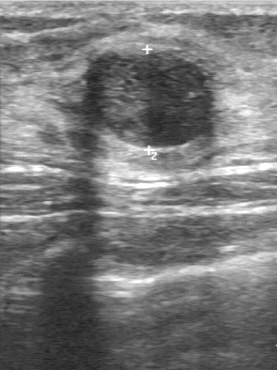
Imaging: breast US.
(coordinates in a 277x370 pixel frame) Mass bounding box: (66,51)-(217,149). BI-RADS 3.